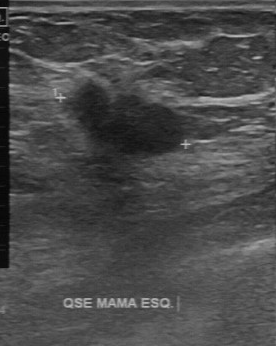
Acquired on GE Logiq 7 @10-14MHz. Imaging: B-mode breast ultrasound.
Mass: malignant on biopsy or follow-up. BI-RADS 4.